Modality: breast ultrasound image. 41-year-old patient. Background tissue composition: heterogeneous: predominantly fibroglandular.
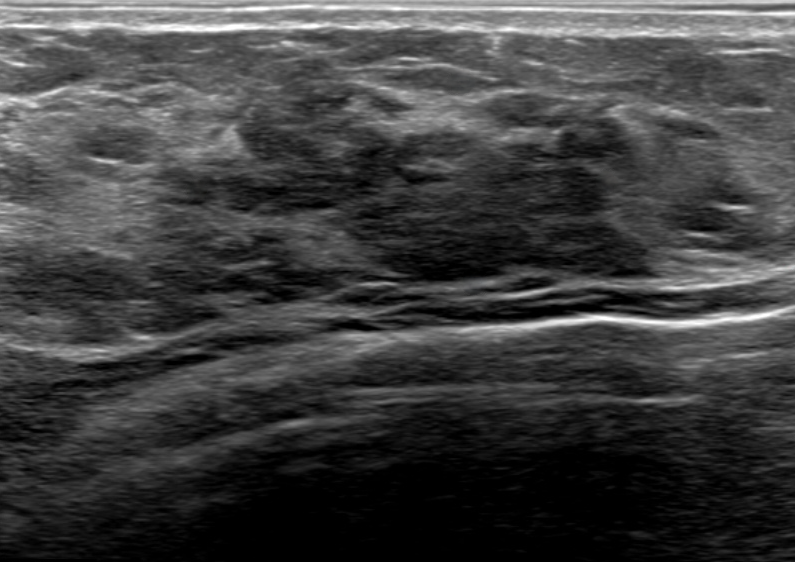
Coordinates are pixels in the 795x562 image. Lesion region of interest: [211, 80, 647, 281]. The breast lesion is benign on biopsy or follow-up.